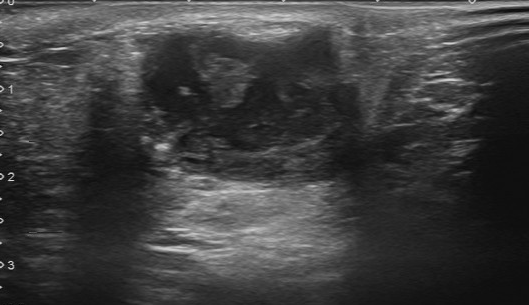
Modality: breast US.
Boundary: somewhat unclear. Internal echoes: mixed cystic and solid. Calcifications: suspected. Histopathology: invasive ductal carcinoma. Margin: partially regular.